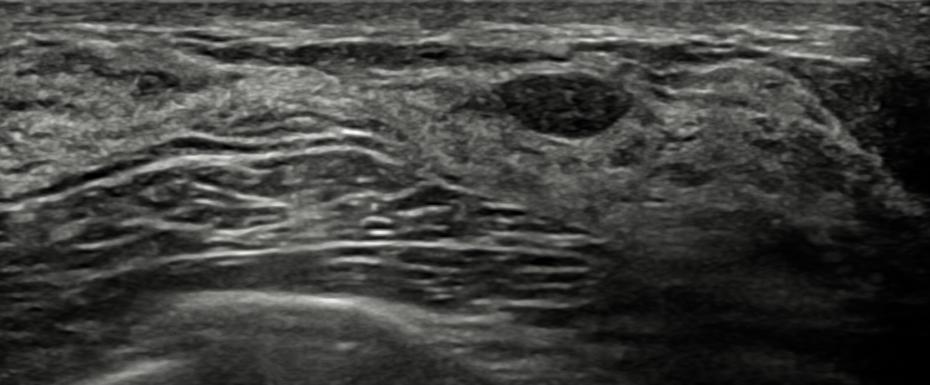
Breast sonogram.
Findings: an oval mass of heterogeneous echotexture with circumscribed margins. Posterior features: none. No skin thickening is seen. The mass is categorized as BI-RADS 3; on biopsy or follow-up it was benign. Verification: follow-up care.